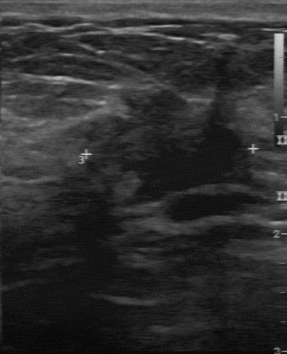
Imaging: breast ultrasound scan. Scanner: GE Logiq 7 @10-14MHz.
The lesion demonstrates original BI-RADS: 4, independent BI-RADS assessment: 4B.